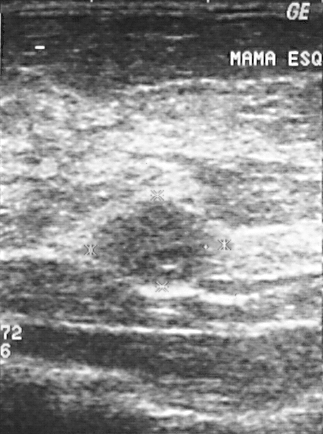
Modality: B-mode breast ultrasound.
The BI-RADS is 4. Pathology: fibrocystic changes. Biopsy or follow-up result: benign.